Background tissue composition: heterogeneous: predominantly fibroglandular. Imaging: breast sonogram.
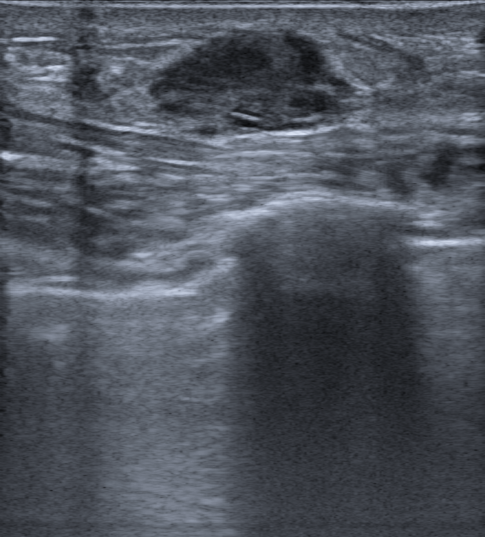
Breast sonogram findings:
- lesion margin: not circumscribed - microlobulated
- skin thickening: present
- calcifications: absent
- shape: irregular
- posterior acoustic features: none
- outcome on biopsy or follow-up: malignant
- echogenicity: heterogeneous
- verification: confirmed by biopsy
- BI-RADS assessment: 4C